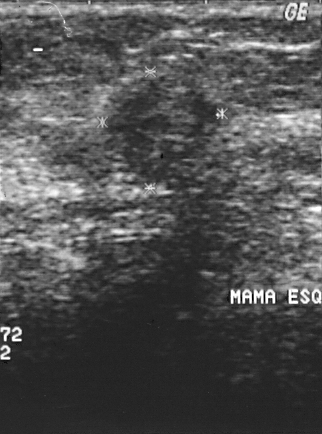
Breast ultrasound.
Breast lesion: malignant on biopsy or follow-up. (BI-RADS category 4.)